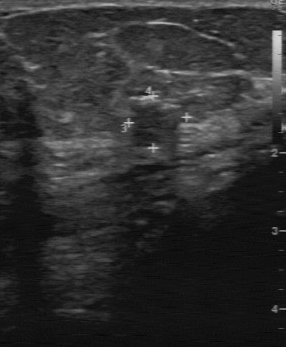
Modality: breast ultrasound. Scanner: GE Logiq 7 @10-14MHz.
BI-RADS 4 in the original read. On a second, independent read, a breast lesion with a partially regular margin and a somewhat unclear boundary is seen; it is slightly hypoechoic. Biopsy showed fibroadenoma, a benign finding.